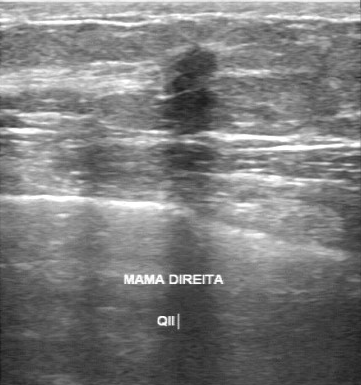
Modality: breast ultrasound image.
The finding was categorized BI-RADS 4 in the original read. On a second read by an independent reader: The finding has an irregular margin. Its boundary is unclear. Echo pattern: hypoechoic. There are no calcifications. Biopsy showed invasive lobular carcinoma, a malignant finding.